Modality: breast US.
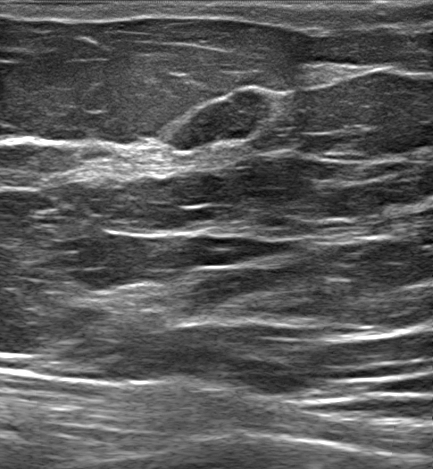
Mass: benign on biopsy or follow-up.